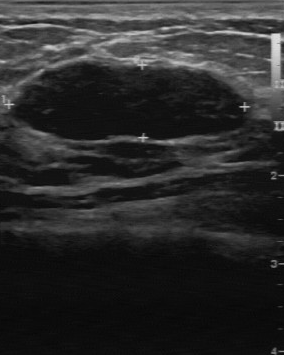
Breast ultrasound. Scanner: GE Logiq 7 @10-14MHz.
Margin is regular. The echogenicity is hypoechoic. The lesion boundary is clear. No calcifications are seen. The outcome on biopsy or follow-up is benign. The BI-RADS (second read) is 4A.